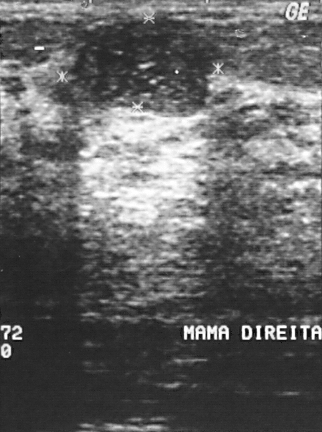
Acquired on GE Logiq 5 @10-12MHz. Breast US.
This breast US shows a finding. It was assessed as BI-RADS 2. Pathology confirmed benign fibroadenoma.